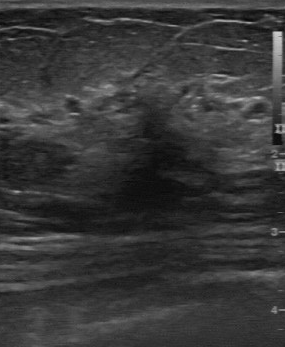
B-mode breast ultrasound.
The breast lesion is benign on biopsy or follow-up. BI-RADS 4.